Modality: breast US.
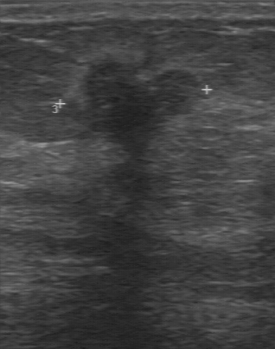
Lesion characteristics:
- biopsy or follow-up result: malignant
- BI-RADS (first reader): 4
- BI-RADS on independent re-read: 4C
- echogenicity: hypoechoic